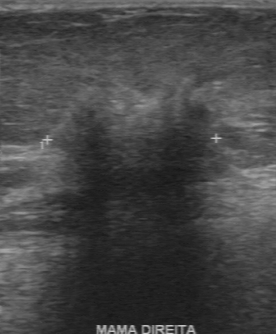
Breast ultrasound.
The lesion occupies approximately x1=49, y1=89, x2=221, y2=234.